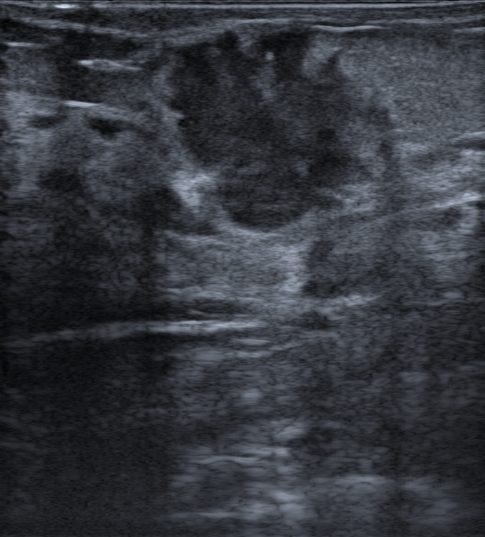
Breast sonogram.
The finding is irregular and hypoechoic; its margin is not circumscribed (spiculated, microlobulated and indistinct). There are no posterior acoustic features. Calcifications: none. Echogenic halo: present. BI-RADS 4C; malignant on biopsy or follow-up. Histopathology: Invasive carcinoma of no special type (NST).